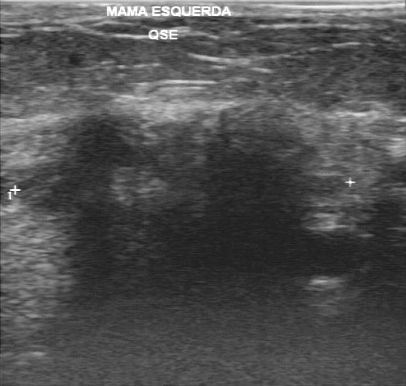
Scanner: GE Logiq 7 @10-14MHz. Breast US.
The finding was categorized BI-RADS 5 in the original read. Findings on the second read (an independent reader): a hypoechoic finding, margin irregular, boundary unclear. Pathology confirmed malignant invasive lobular carcinoma.